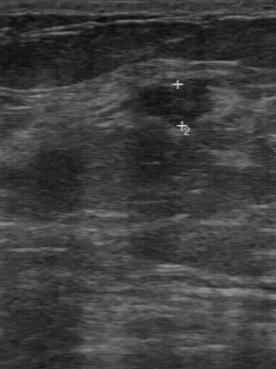
Breast ultrasound image.
The boundary is clear. Confirmed outcome (biopsy or follow-up): benign. There are no calcifications. The margin is regular. Pathology is fibroadenoma. Internal echoes: hypoechoic.